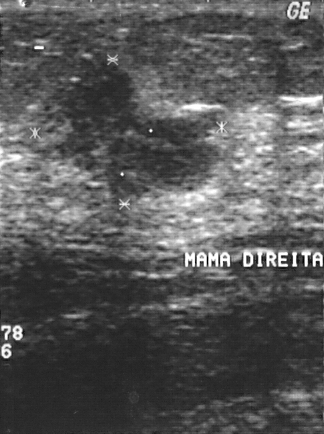
Breast ultrasound. Scanner: GE Logiq 5 @10-12MHz.
The confirmed outcome (biopsy or follow-up) is malignant. BI-RADS category: 4.